41-year-old patient. Breast US. Background echotexture is heterogeneous: predominantly fibroglandular.
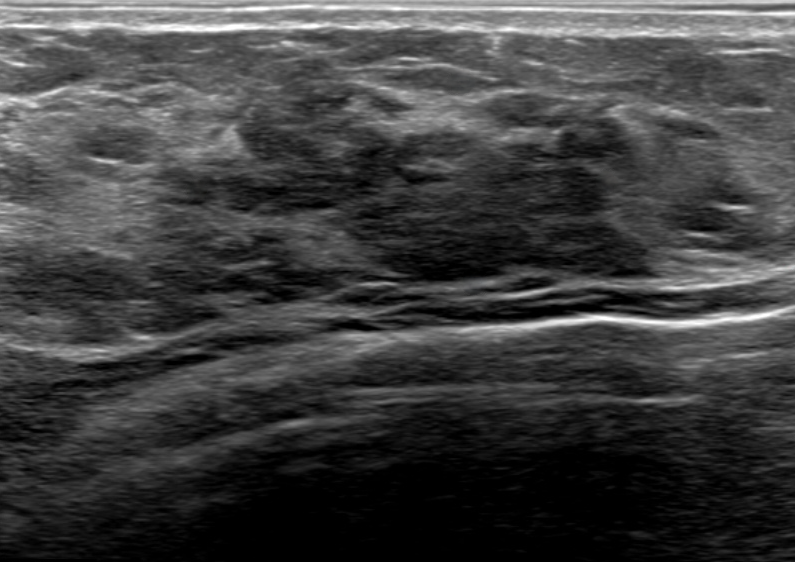
The lesion is irregular and heterogeneous; its margin is circumscribed. There are no posterior acoustic features. No skin thickening is seen. BI-RADS assessment: 4A; biopsy or follow-up result: benign. Radiologic interpretation: Dysplasia. Biopsy result: Benign mammary dysplasia.